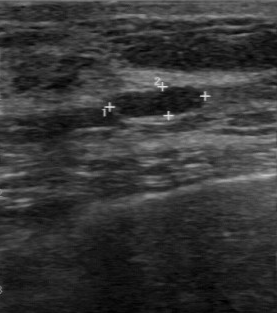
Modality: breast ultrasound.
FINDINGS: Breast ultrasound. Calcifications: none. Echo pattern: hypoechoic. Margin: regular. Boundary: clear.
OUTCOME ON BIOPSY OR FOLLOW-UP: benign.